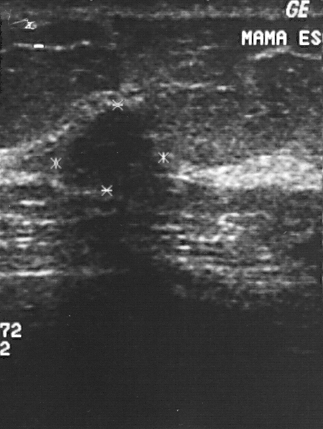
Modality: B-mode breast ultrasound.
Biopsy result: fibroadenoma. BI-RADS: 2.